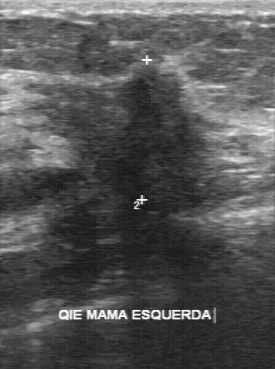
Modality: breast ultrasound.
Original-read BI-RADS category: 5. Findings on the second read (an independent reader): a hypoechoic lesion, margin irregular, boundary unclear. Calcifications: suspected. Biopsy showed invasive ductal carcinoma, a malignant finding.